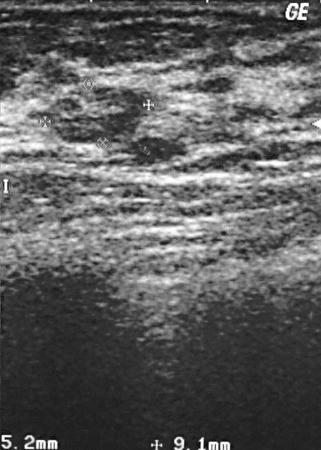
Scanner: GE Logiq 5 @10-12MHz. B-mode breast ultrasound.
BI-RADS assessment: 2. Histopathology: fibroadenoma (benign). This mass proved benign on biopsy or follow-up.